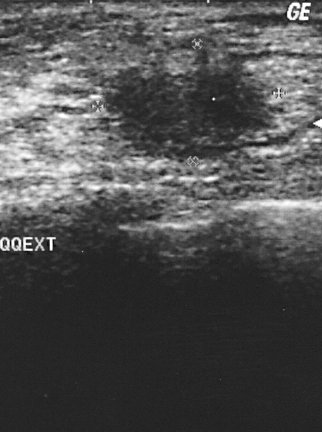
Breast ultrasound image. Acquired on GE Logiq 5 @10-12MHz.
(coordinates in a 322x432 pixel frame) Finding bounding box: top-left (102, 42), bottom-right (281, 161). BI-RADS 4.